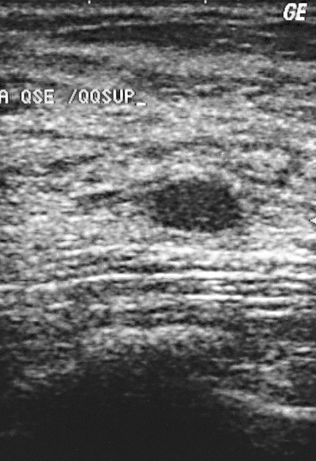
Modality: breast sonogram. Acquired on GE Logiq 5 @10-12MHz.
A finding is present on this breast sonogram. BI-RADS category 3. Histopathology: fibroadenoma (benign).